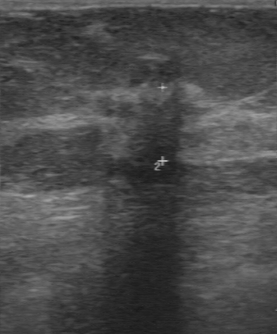
Scanner: GE Logiq 7 @10-14MHz. Modality: B-mode breast ultrasound.
Biopsy result is invasive ductal carcinoma. Confirmed outcome (biopsy or follow-up) is malignant. Contour: irregular. Independent BI-RADS assessment: 4B. The BI-RADS (first reader) is 4.